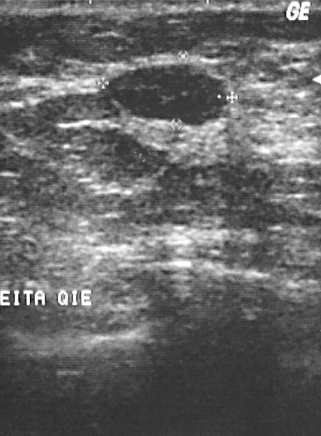
Acquired on GE Logiq 5 @10-12MHz. Modality: breast ultrasound scan.
Outcome on biopsy or follow-up: benign. (BI-RADS category 2.)